Breast sonogram.
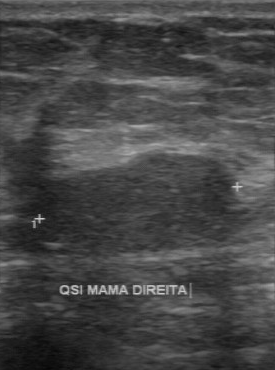
Pixel coordinates (x1, y1, x2, y2): Mass bounding box: top-left (45, 153), bottom-right (231, 259). BI-RADS 3.